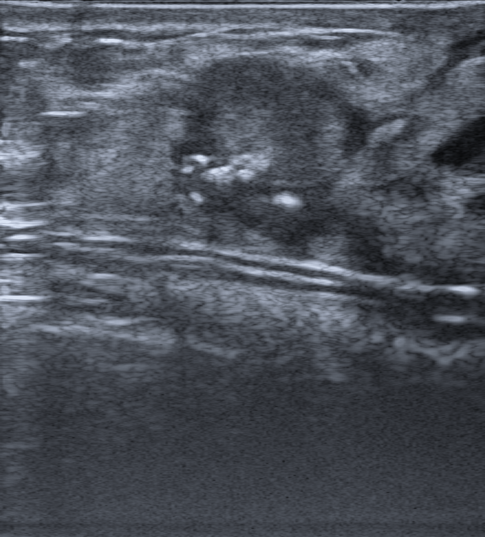
Patient age: 43. Imaging: breast US.
This breast US shows a finding with echogenic halo: none, histopathology: Invasive carcinoma of no special type (NST), differential: Suspicion of malignancy, skin thickening: none, BI-RADS assessment: 4C, posterior features: none, irregular shape, hypoechoic echo pattern, not circumscribed - spiculated and microlobulated and indistinct borders.